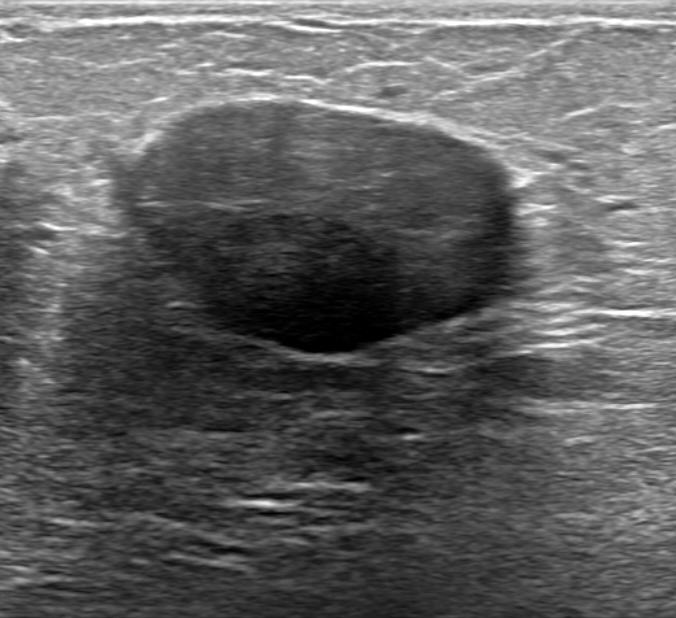
Imaging: breast sonogram. Background echotexture is lactating and homogeneous: fibroglandular.
The finding is benign on biopsy or follow-up. (BI-RADS category 3.)